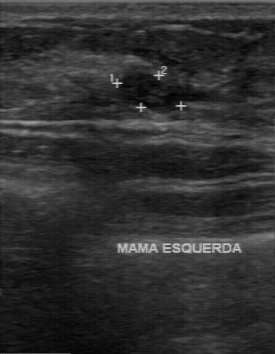
Acquired on GE Logiq 7 @10-14MHz. Modality: B-mode breast ultrasound.
(coordinates in a 275x354 pixel frame) The breast lesion occupies approximately x1=118, y1=73, x2=182, y2=112.